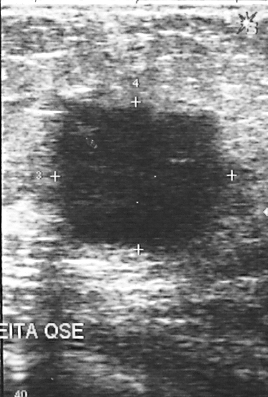
Modality: breast ultrasound.
Histopathology: invasive ductal carcinoma. BI-RADS: 4.
OUTCOME ON BIOPSY OR FOLLOW-UP: malignant.